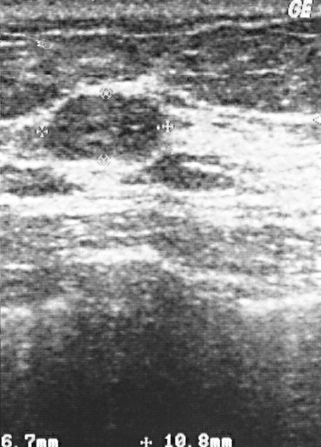
Imaging: breast ultrasound.
The breast lesion is benign on biopsy or follow-up. BI-RADS 2.